Imaging: breast ultrasound scan.
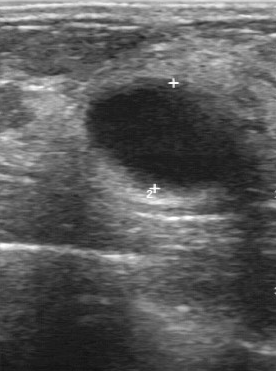
Lesion region of interest: (86,86)-(242,187). The mass is benign on biopsy or follow-up.